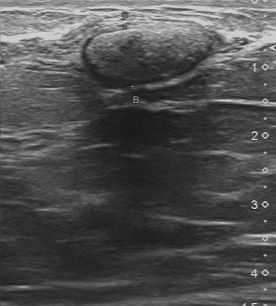
Modality: breast US.
The mass was categorized BI-RADS 4 in the original read. Descriptors from an independent second read (not the reader who assigned the category): Boundary: clear. The mass has a regular margin. Calcification is suspected. The mass is isoechoic. The biopsy result was cyst; the mass is benign.